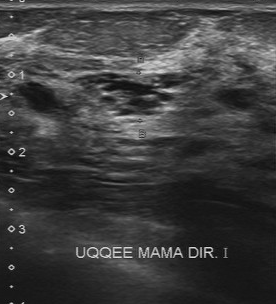
Acquired on Toshiba Aplio 300 @12-14 MHz. Imaging: breast ultrasound scan.
- BI-RADS assessment: 4
- biopsy or follow-up result: benign